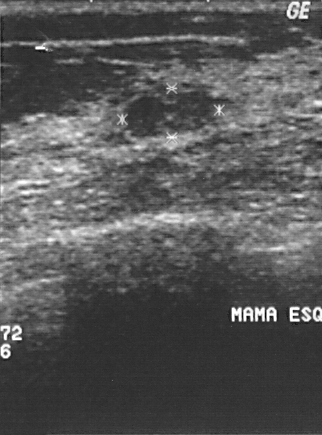
Breast ultrasound image.
Outcome on biopsy or follow-up: benign. (BI-RADS category 2.)